Imaging: breast ultrasound image.
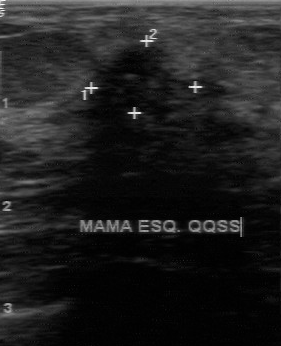
Biopsy result is invasive ductal carcinoma. The BI-RADS category is 4.